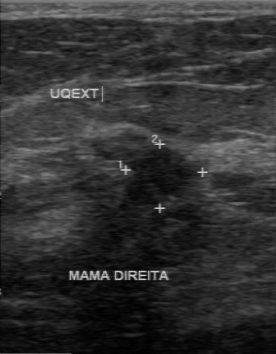
Modality: breast ultrasound.
Lesion characteristics:
- outcome on biopsy or follow-up: malignant
- BI-RADS category: 4